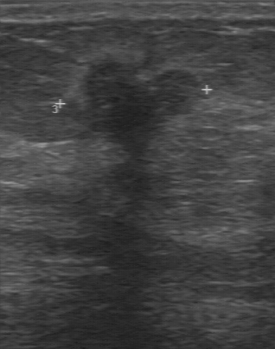
Scanner: GE Logiq 7 @10-14MHz. Imaging: breast sonogram.
Coordinates are pixels in the 275x349 image. The breast lesion is located within the bounding box 68 60 203 158. BI-RADS 4.